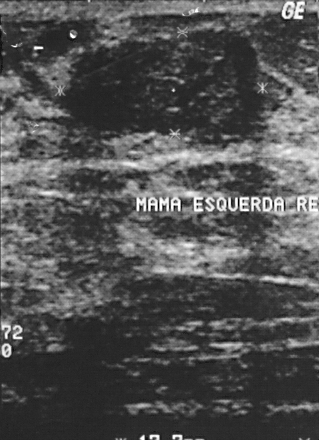
Breast ultrasound.
Finding: lesion, benign on biopsy or follow-up.